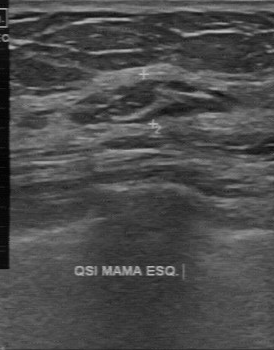
Modality: breast sonogram.
This breast sonogram shows a finding. Assessment: BI-RADS 2. Biopsy showed fibroadenoma, a benign finding.